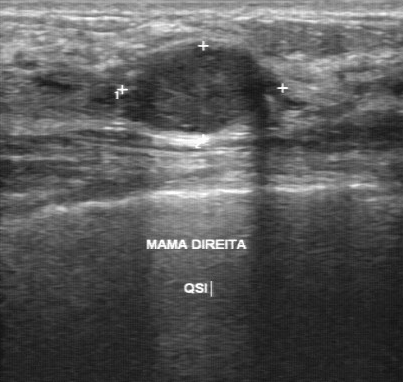
Breast ultrasound image.
Segment the finding: bounding box (123,45)-(263,132).